Background tissue composition: heterogeneous: predominantly fibroglandular. Patient age: 21. Imaging: breast ultrasound.
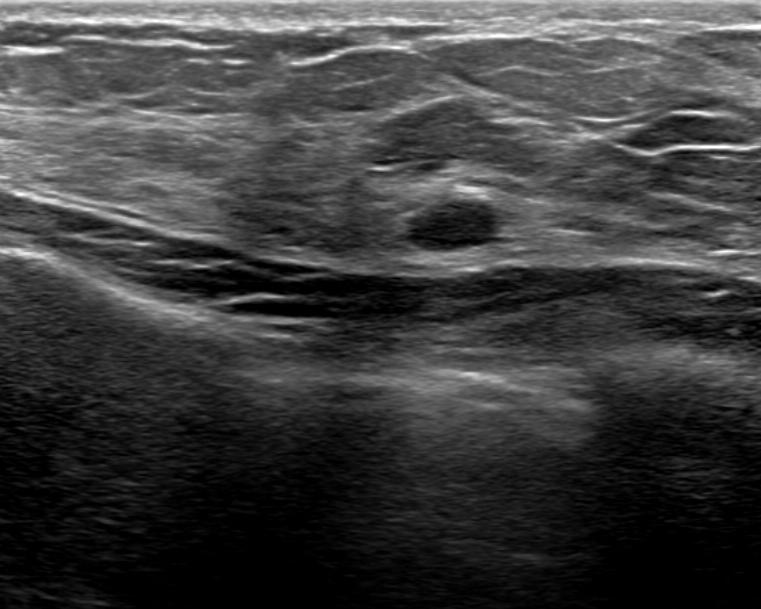
Verification: follow-up care. Radiologist's impression: Cyst filled with thick fluid. Assigned BI-RADS 2. The mass appears oval. The mass has a circumscribed margin. Echogenicity: hypoechoic. Posterior features: enhancement. There is no echogenic halo. There are no calcifications. Skin thickening: none.